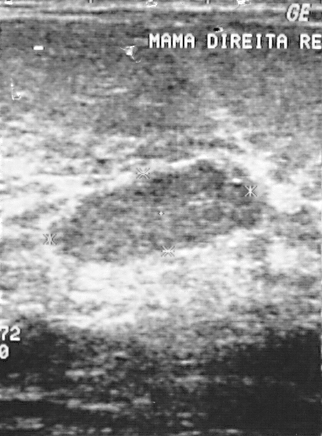
Imaging: breast ultrasound scan. Acquired on GE Logiq 5 @10-12MHz.
Biopsy or follow-up result: malignant. Biopsy showed invasive ductal carcinoma, a malignant finding. BI-RADS assessment: 2.